Modality: B-mode breast ultrasound.
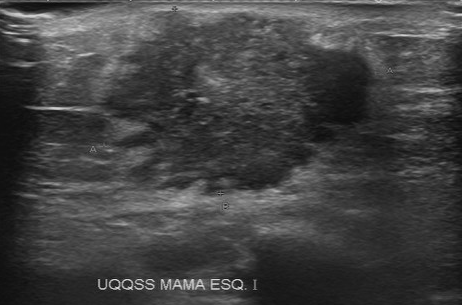
The original reader assigned BI-RADS 5. A second, independent read describes the breast lesion as follows. Its boundary is unclear. There are multiple calcifications. The margin is irregular. Internally the breast lesion is slightly hypoechoic. The biopsy result was invasive ductal carcinoma; the breast lesion is malignant.